Imaging: breast ultrasound. Acquired on GE Logiq 5 @10-12MHz.
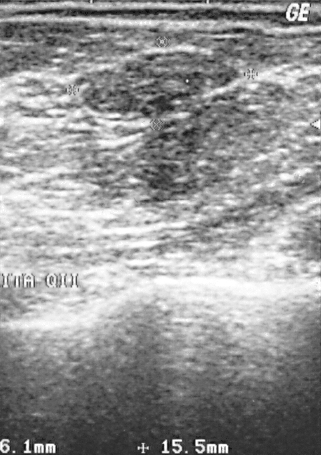
FINDINGS: Breast ultrasound. Biopsy result: fibroadenoma. Confirmed outcome (biopsy or follow-up): benign. BI-RADS category: 2.
OUTCOME ON BIOPSY OR FOLLOW-UP: benign.